Modality: breast ultrasound.
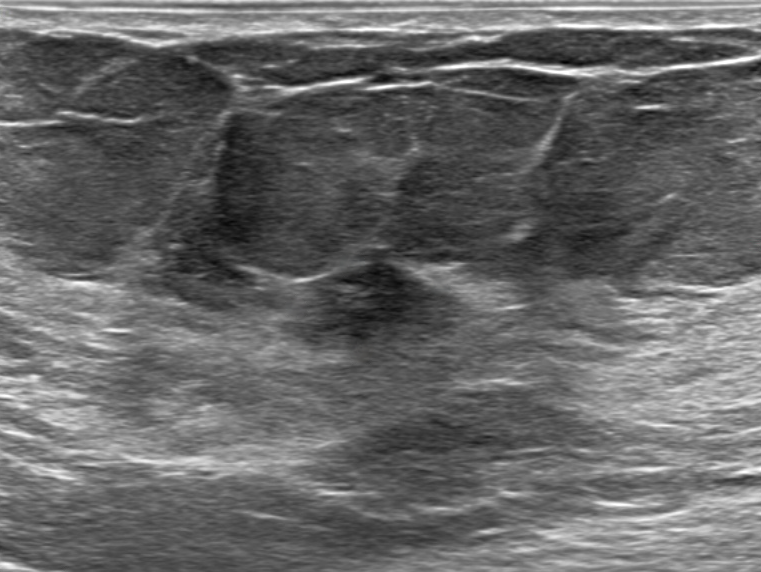
This breast ultrasound shows a breast lesion, malignant on biopsy or follow-up. (BI-RADS category 4C.)